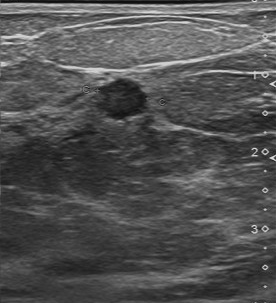
Imaging: breast ultrasound.
The lesion occupies approximately (94, 77) to (147, 119).